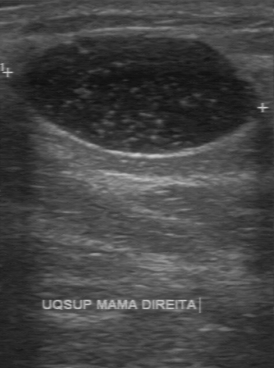
Modality: breast ultrasound. Acquired on GE Logiq 7 @10-14MHz.
This breast ultrasound shows a mass with BI-RADS assessment: 2, confirmed outcome (biopsy or follow-up): benign.